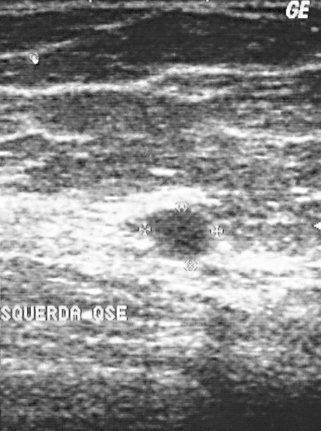
Modality: breast US.
Mass: benign on biopsy or follow-up. (BI-RADS category 2.)